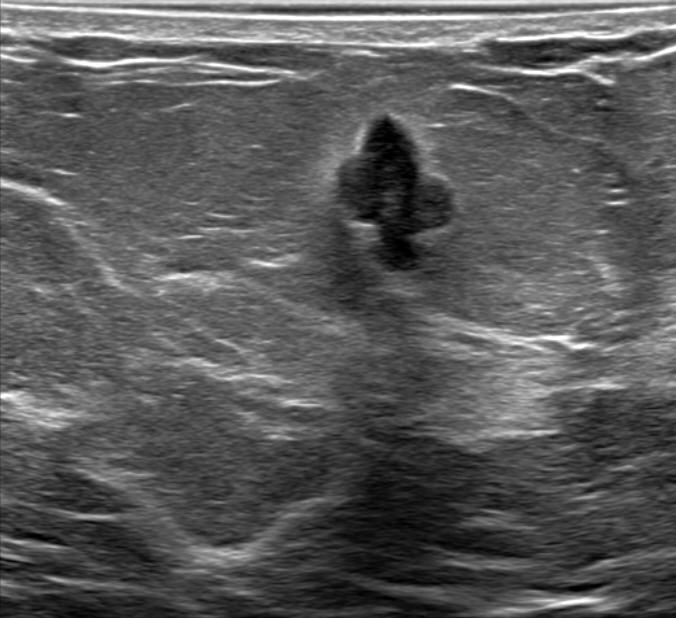
Imaging: B-mode breast ultrasound.
The breast lesion is irregular and hypoechoic; its margin is circumscribed. There are no posterior acoustic features. There is an echogenic halo. There are no calcifications. BI-RADS 5; benign on biopsy or follow-up. Radiologist's impression: Suspicion of malignancy. Histopathology: Intraductal papilloma.